Modality: breast US.
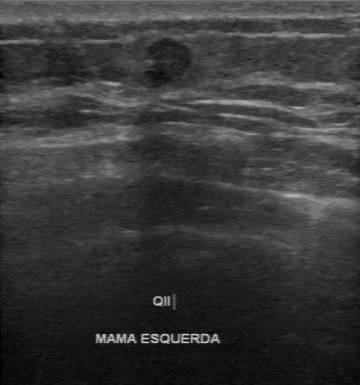
BI-RADS 4 in the original read. Findings on the second read (an independent reader): a hypoechoic mass, margin partially regular, boundary fairly clear. The biopsy result was invasive ductal carcinoma; the mass is malignant.